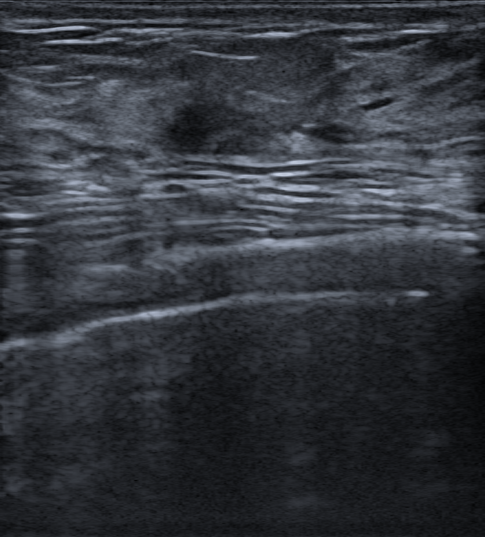
Imaging: breast ultrasound. 76-year-old patient.
Biopsy or follow-up result: malignant. (BI-RADS category 4B.)